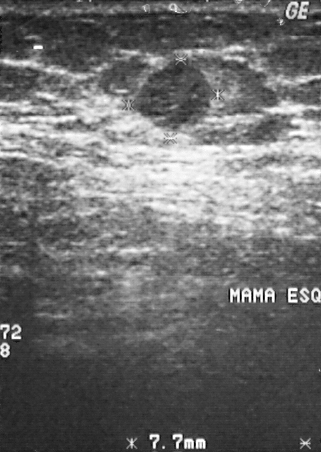
Imaging: breast sonogram.
A mass is seen. It was assessed as BI-RADS 3. Histopathology: papillary carcinoma (malignant).